Modality: breast ultrasound. Scanner: GE Logiq 5 @10-12MHz.
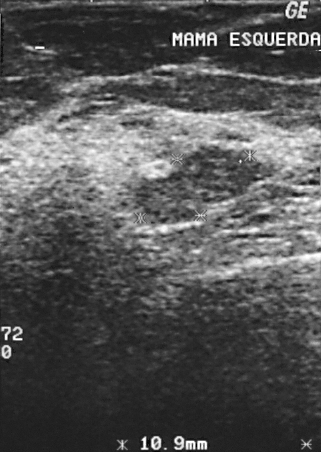
Biopsy result is lipoma. BI-RADS category is 2.